B-mode breast ultrasound. Acquired on GE Logiq 7 @10-14MHz.
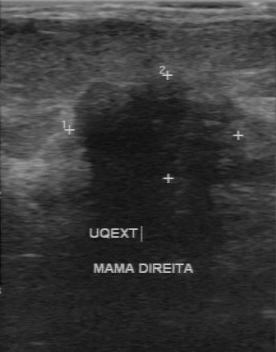
The breast lesion was categorized BI-RADS 4 in the original read.
The following findings are from a second reader, independent of the original assessment.
Margin: irregular.
Boundary: unclear.
Internally the breast lesion is hypoechoic.
Calcifications: none.
Histopathology: invasive ductal carcinoma (malignant).